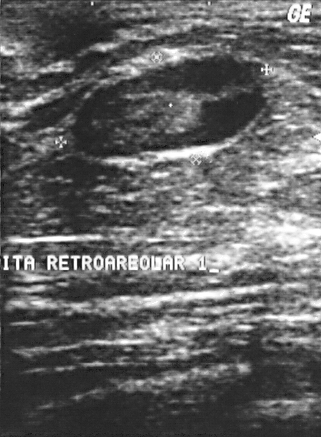
Acquired on GE Logiq 5 @10-12MHz. Breast ultrasound scan.
Pixel coordinates (x1, y1, x2, y2): Lesion region of interest: (72, 54) to (265, 158). BI-RADS 4.